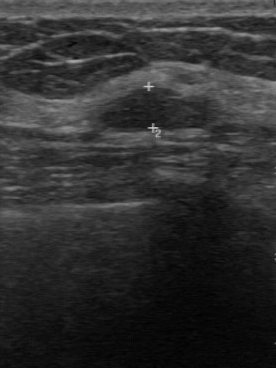
Modality: breast sonogram. Scanner: GE Logiq 7 @10-14MHz.
Coordinates are pixels in the 276x368 image. The finding is located within the bounding box (90, 86) to (221, 133). The finding is benign on biopsy or follow-up.